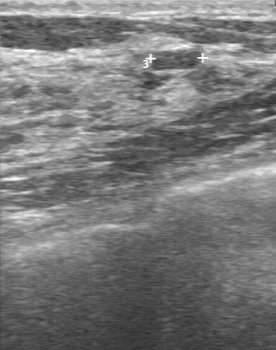
B-mode breast ultrasound.
Outcome on biopsy or follow-up: benign.